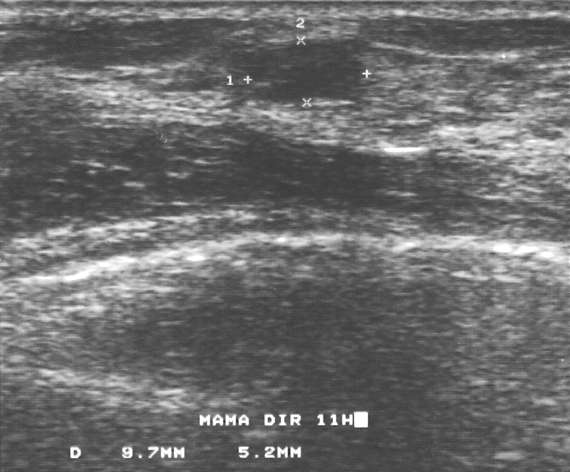
B-mode breast ultrasound.
Outcome on biopsy or follow-up: benign.
Histopathology: fibroadenoma.
BI-RADS assessment: 3.